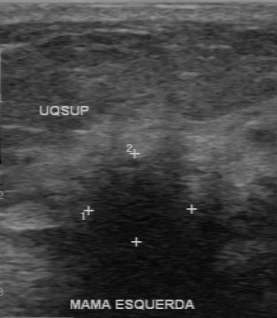
Imaging: breast sonogram. Acquired on GE Logiq 7 @10-14MHz.
FINDINGS: Breast sonogram. BI-RADS assessment: 4. Biopsy result: invasive ductal carcinoma. Outcome on biopsy or follow-up: malignant.
OUTCOME ON BIOPSY OR FOLLOW-UP: malignant.